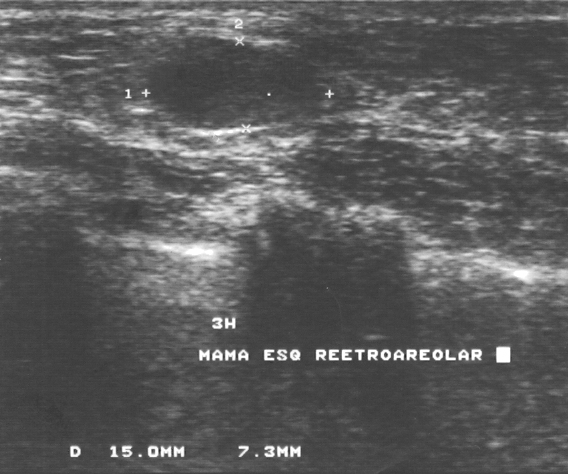
Modality: breast ultrasound image. Acquired on GE Logiq 5 @10-12MHz.
Biopsy showed fibroadenoma, a benign finding.
The finding is assessed as BI-RADS 3.
This finding proved benign on biopsy or follow-up.